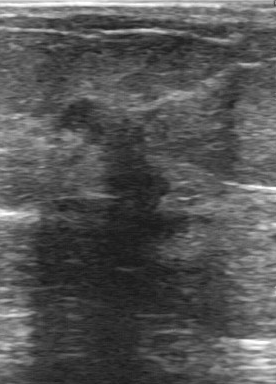
Acquired on GE Logiq 7 @10-14MHz. Breast US.
BI-RADS 5 in the original read; on a second read the margin is irregular, the boundary unclear and the lesion hypoechoic. There are no calcifications. The biopsy result was invasive ductal carcinoma; the lesion is malignant.